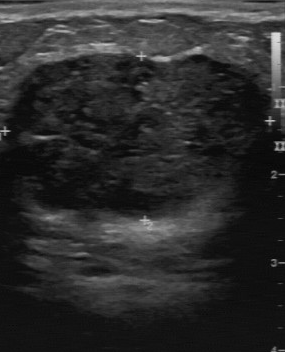
Breast ultrasound.
Original-read BI-RADS category: 3. Descriptors from an independent second read (not the reader who assigned the category): The margin is regular. The lesion boundary is fairly clear. Echo pattern: mixed cystic and solid. Calcifications: suspected. The biopsy result was phyllodes tumor; the breast lesion is benign.